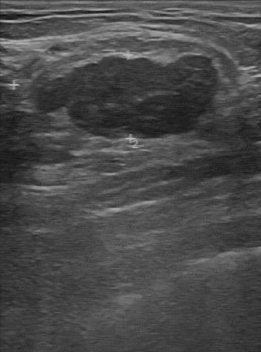
Breast ultrasound scan.
The lesion was categorized BI-RADS 4 in the original read.
The following findings are from a second reader, independent of the original assessment.
Internally the lesion is hypoechoic.
Calcifications: none.
The lesion boundary is fairly clear.
The margin is partially regular.
Histopathology: fibroadenoma (benign).